Breast ultrasound. Background tissue composition: heterogeneous: predominantly fat.
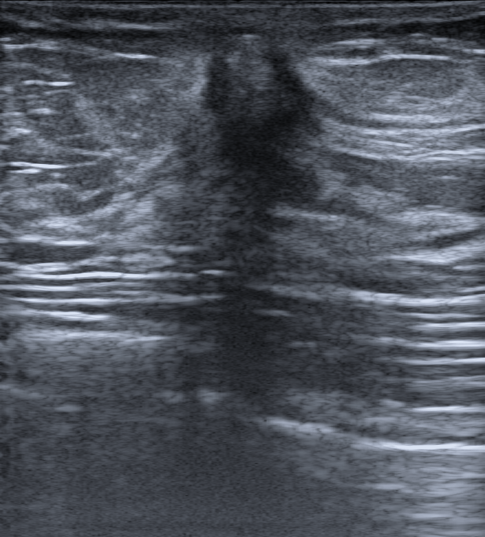
(coordinates in a 485x537 pixel frame) Mass bounding box: (199,48)-(326,205). The mass is malignant on biopsy or follow-up.